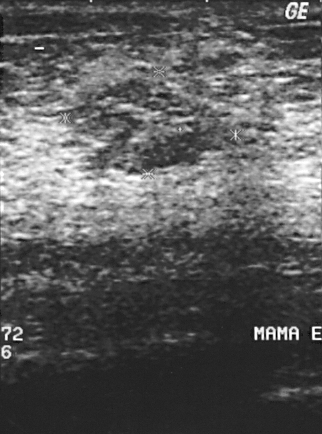
Modality: breast ultrasound.
Pathology: mastitis. BI-RADS category: 3. Biopsy or follow-up result: benign.
OUTCOME ON BIOPSY OR FOLLOW-UP: benign.